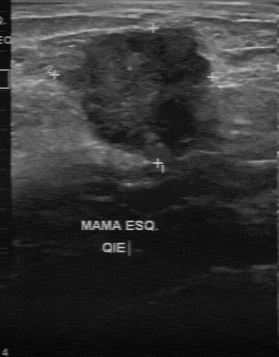
Imaging: B-mode breast ultrasound.
BI-RADS 5 in the original read. On a second, independent read, a lesion with an irregular margin and an unclear boundary is seen; it is slightly hypoechoic. Calcifications: suspected. Biopsy showed invasive ductal carcinoma, a malignant finding.